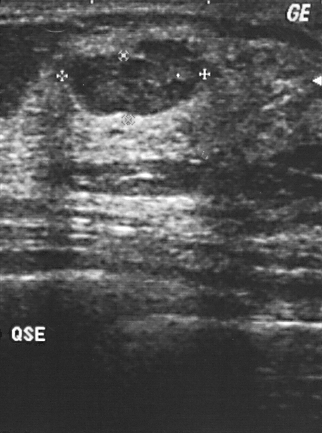
Acquired on GE Logiq 5 @10-12MHz. Imaging: B-mode breast ultrasound.
Lesion characteristics:
- BI-RADS category: 2